Modality: breast ultrasound image.
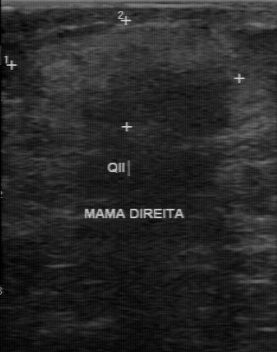
Biopsy or follow-up result: benign.